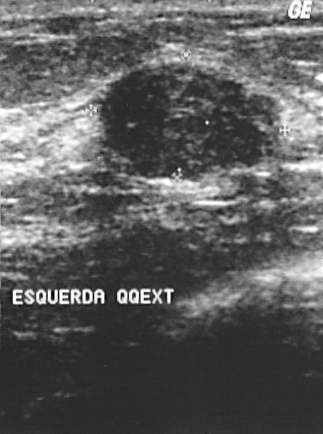
Imaging: breast ultrasound.
Biopsy result: fibroadenoma. BI-RADS assessment: 2.
OUTCOME ON BIOPSY OR FOLLOW-UP: benign.